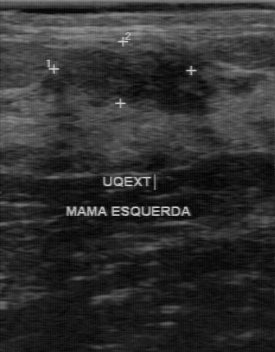
Modality: breast US.
This breast US shows a finding, benign on biopsy or follow-up.